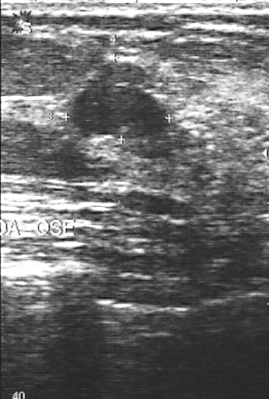
Modality: breast ultrasound. Acquired on GE Logiq 5 @10-12MHz.
A breast lesion is seen. It was assessed as BI-RADS 3. Pathology confirmed benign fibroadenoma.